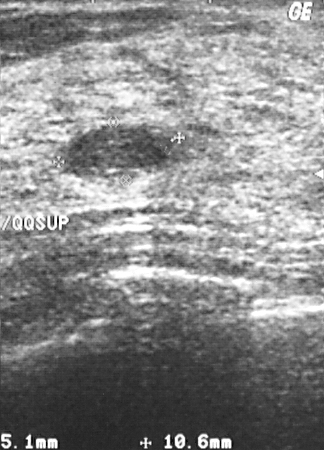
Imaging: breast ultrasound image.
Coordinates are pixels in the 324x450 image. The breast lesion occupies approximately x1=66, y1=127, x2=162, y2=176. The breast lesion is benign on biopsy or follow-up. BI-RADS 2.